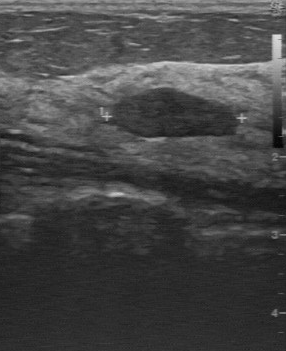
Modality: B-mode breast ultrasound.
Biopsy or follow-up result: benign.